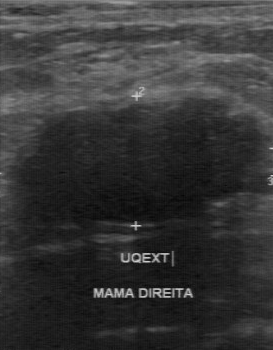
Modality: breast US.
Lesion characteristics:
- BI-RADS assessment: 4